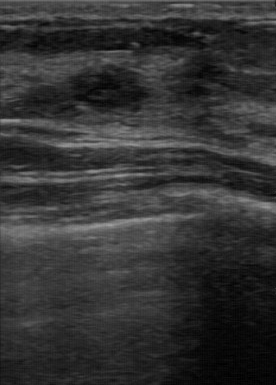
Breast sonogram.
Echo pattern: hypoechoic. The BI-RADS (second read) is 3. No calcifications are seen. The contour is partially regular. BI-RADS (first reader): 4.